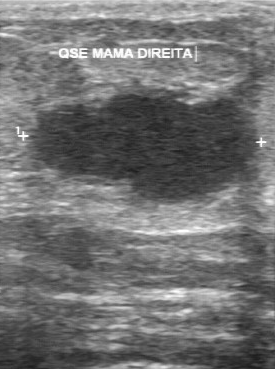
Imaging: breast ultrasound image.
The BI-RADS is 5. The histopathology is invasive ductal carcinoma.